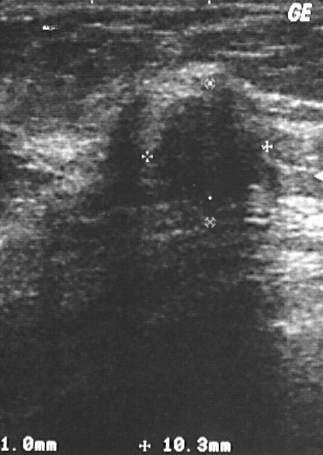
Imaging: breast ultrasound. Acquired on GE Logiq 5 @10-12MHz.
Finding: breast lesion, malignant on biopsy or follow-up. BI-RADS 4.